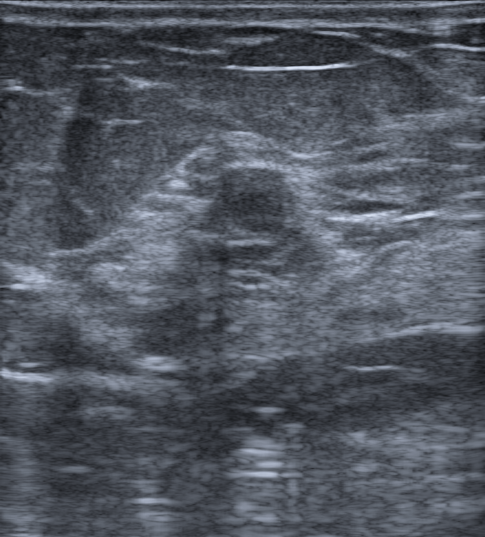
Breast sonogram. Background tissue composition: heterogeneous: predominantly fat.
Breast sonogram findings:
- calcifications: absent
- shape: oval
- BI-RADS assessment: 4A
- posterior acoustic features: absent
- verification: confirmed by biopsy
- echotexture: hypoechoic
- echogenic halo: none
- skin thickening: absent
- outcome on biopsy or follow-up: benign
- borders: circumscribed
- biopsy result: Fibroadenoma